Imaging: B-mode breast ultrasound.
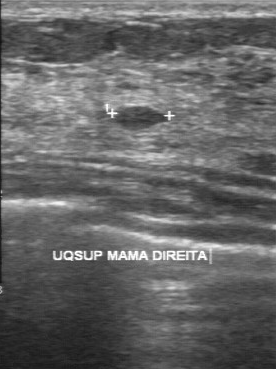
This B-mode breast ultrasound shows a breast lesion with second-reader BI-RADS: 2.